Imaging: breast ultrasound.
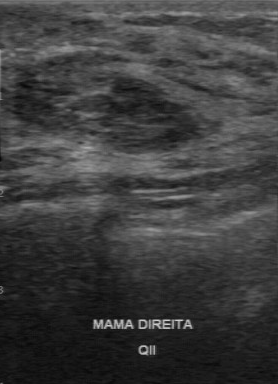
The breast lesion demonstrates hypoechoic echo pattern, clear lesion boundary, confirmed outcome (biopsy or follow-up): benign, regular contour, calcifications: none.